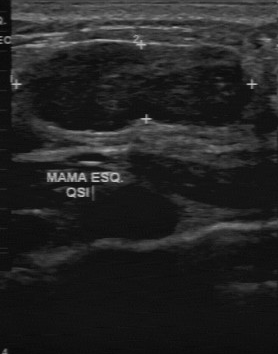
Scanner: GE Logiq 7 @10-14MHz. Imaging: breast ultrasound image.
The finding was categorized BI-RADS 3 in the original read. A second reader, independent of the original assessment, describes a hypoechoic finding with a partially regular margin; the boundary is clear. Biopsy showed fibroadenoma, a benign finding.